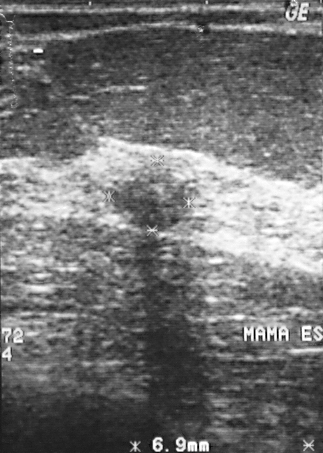
Breast US. Acquired on GE Logiq 5 @10-12MHz.
The lesion is malignant on biopsy or follow-up. BI-RADS assessment: 3. Biopsy showed invasive ductal carcinoma.